Imaging: breast ultrasound.
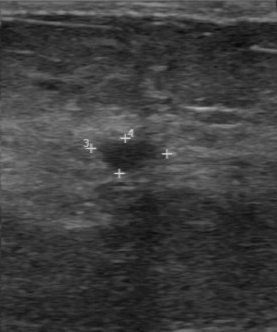
The mass was assessed as BI-RADS 3 by the original reader. Findings on the second read (an independent reader): a hypoechoic mass, margin regular, boundary clear. Histopathology: fibroadenoma (benign).